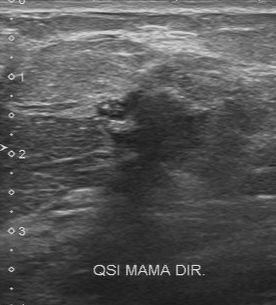
B-mode breast ultrasound.
FINDINGS: B-mode breast ultrasound. BI-RADS: 5.
OUTCOME ON BIOPSY OR FOLLOW-UP: malignant.